Scanner: GE Logiq 5 @10-12MHz. Breast US.
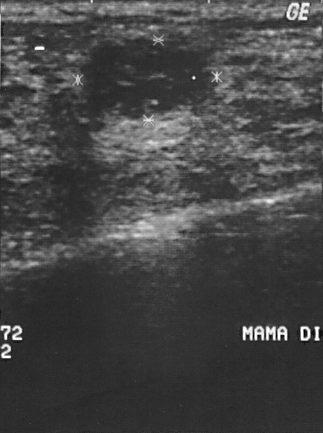
Pixel coordinates (x1, y1, x2, y2): Segment the mass: bounding box 80 39 213 119. The mass is benign on biopsy or follow-up.